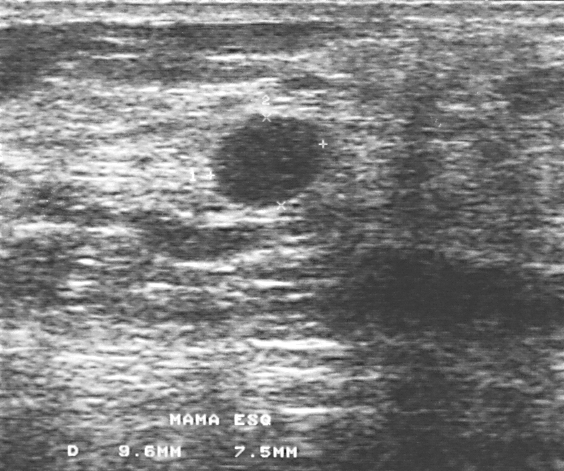
Imaging: B-mode breast ultrasound.
Coordinates are pixels in the 564x471 image. Finding bounding box: top-left (209, 113), bottom-right (320, 208). BI-RADS 3.